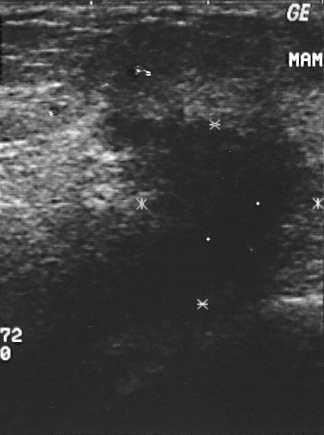
Imaging: breast US.
A finding is present on this breast US. It was assessed as BI-RADS 5. Histopathology: invasive ductal carcinoma (malignant).